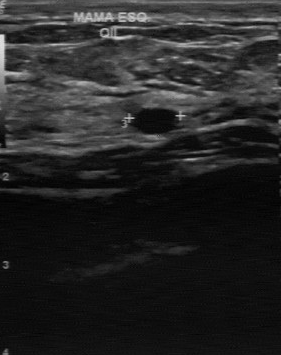
Breast ultrasound scan.
There are no calcifications. The BI-RADS (second read) is 2. Internal echoes are hypoechoic.